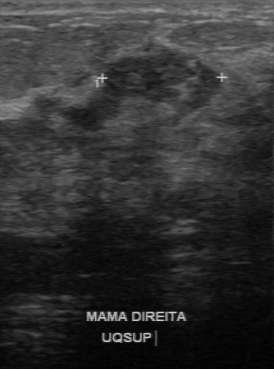
Imaging: breast US.
The lesion was assessed as BI-RADS 4 by the original reader. A second reader, independent of the original assessment, describes a heterogeneous lesion with an irregular margin; the boundary is unclear. No calcifications are seen. Biopsy showed invasive ductal carcinoma, a malignant finding.